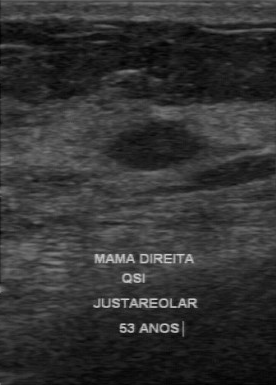
Imaging: B-mode breast ultrasound. Scanner: GE Logiq 7 @10-14MHz.
Finding: mass, benign on biopsy or follow-up. BI-RADS 3.